Imaging: breast ultrasound.
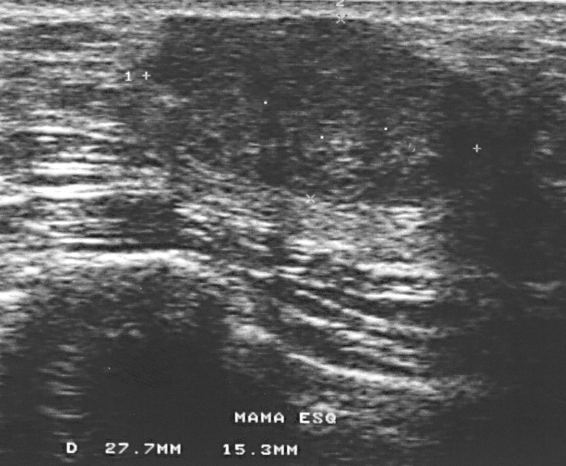
FINDINGS: Biopsy or follow-up result: benign. BI-RADS: 2.
OUTCOME ON BIOPSY OR FOLLOW-UP: benign.